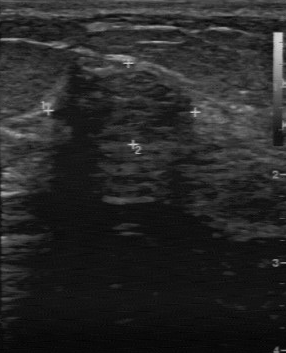
Imaging: breast ultrasound scan. Scanner: GE Logiq 7 @10-14MHz.
- BI-RADS category: 3
- outcome on biopsy or follow-up: benign